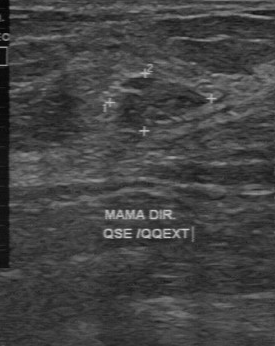
Breast ultrasound scan.
The finding occupies approximately x1=123, y1=83, x2=206, y2=124.